Imaging: B-mode breast ultrasound.
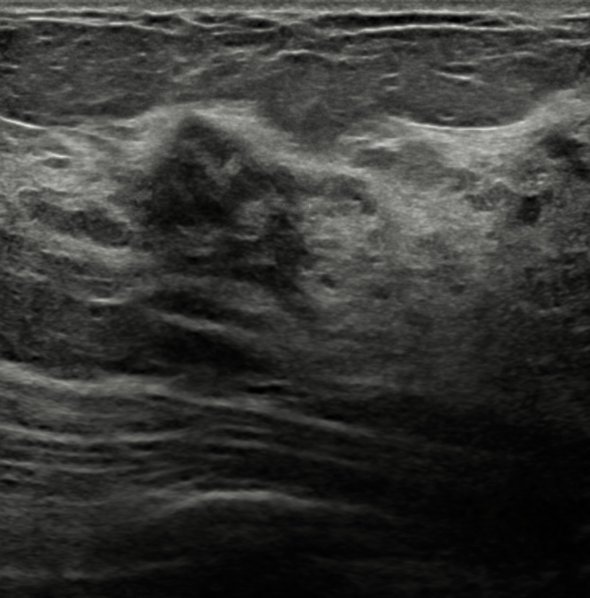
Shape: irregular. The finding has angular and indistinct margins. The finding is heterogeneous. No posterior acoustic features are seen. Echogenic halo: absent. Calcifications: none. No skin thickening is seen. Radiologist's impression: Suspicion of malignancy; Dysplasia. BI-RADS category 4C. The finding is benign on biopsy or follow-up.